Scanner: GE Logiq 5 @10-12MHz. Imaging: breast ultrasound image.
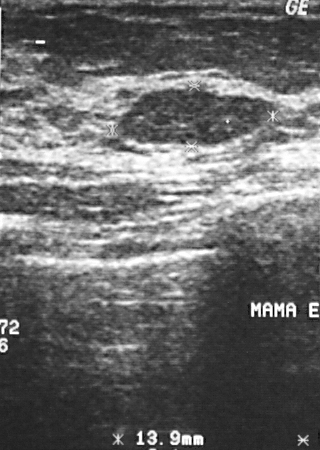
A mass is seen. Assessment: BI-RADS 2. Pathology confirmed benign fibroadenoma.